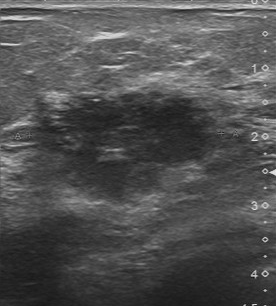
Imaging: breast US.
FINDINGS: Echo pattern: slightly hypoechoic. Lesion boundary: unclear. Lesion margin: irregular. Independent BI-RADS assessment: 4B. BI-RADS (first reader): 5. Calcifications: suspected.